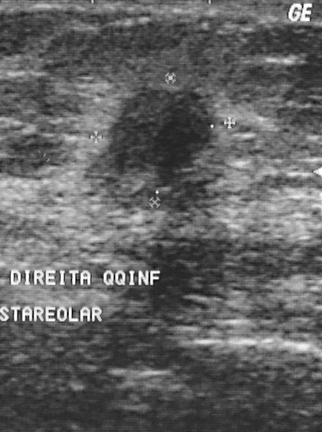
Imaging: breast ultrasound.
FINDINGS: Breast ultrasound. BI-RADS: 4.
OUTCOME ON BIOPSY OR FOLLOW-UP: malignant.